Breast US.
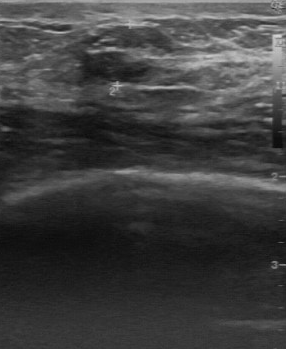
The breast lesion was categorized BI-RADS 3 in the original read. A second, independent read describes the breast lesion as follows. The breast lesion has a partially regular margin. Boundary: fairly clear. Echo pattern: slightly hypoechoic. There are no calcifications. The biopsy result was fibroadenoma; the breast lesion is benign.